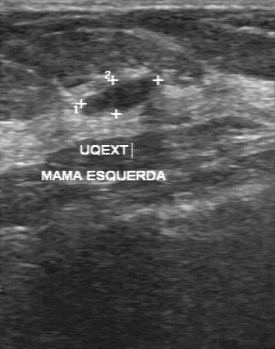
Acquired on GE Logiq 7 @10-14MHz. Breast ultrasound image.
BI-RADS 3 in the original read.
Descriptors from an independent second read (not the reader who assigned the category):
No calcifications are seen.
Echo pattern: slightly hypoechoic.
The lesion boundary is clear.
The margin is regular.
The biopsy result was fibrocystic changes; the breast lesion is benign.